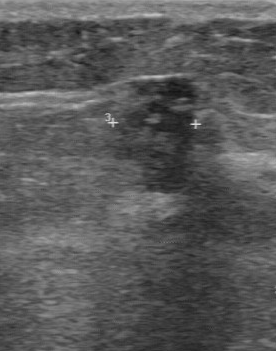
Breast ultrasound.
Outcome on biopsy or follow-up: benign.